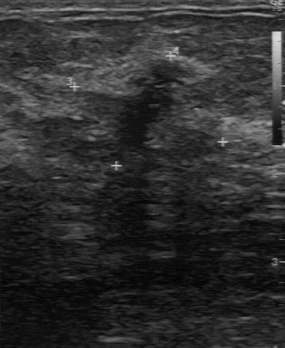
Breast ultrasound. Acquired on GE Logiq 7 @10-14MHz.
Contour: irregular. Confirmed outcome (biopsy or follow-up) is benign. No calcifications are seen. The internal echoes are slightly hypoechoic. Boundary: unclear.